Acquired on GE Logiq 7 @10-14MHz. Breast ultrasound.
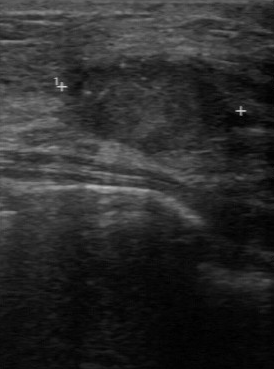
BI-RADS 4 in the original read. A second, independent read describes the finding as follows. Margin: irregular. The lesion boundary is unclear. Echo pattern: hypoechoic. The finding contains microcalcifications. Histopathology: invasive ductal carcinoma (malignant).